Breast ultrasound scan.
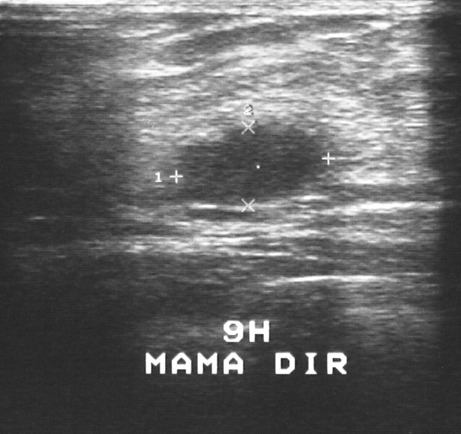
(coordinates in a 461x434 pixel frame) Segment the lesion: bounding box (179, 122) to (328, 204).